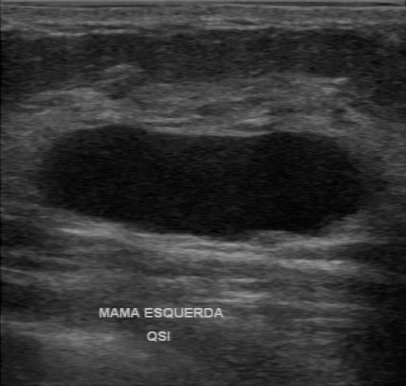
B-mode breast ultrasound. Acquired on GE Logiq 7 @10-14MHz.
The breast lesion demonstrates calcifications: none, clear lesion boundary, hypoechoic internal echoes, regular lesion margin.